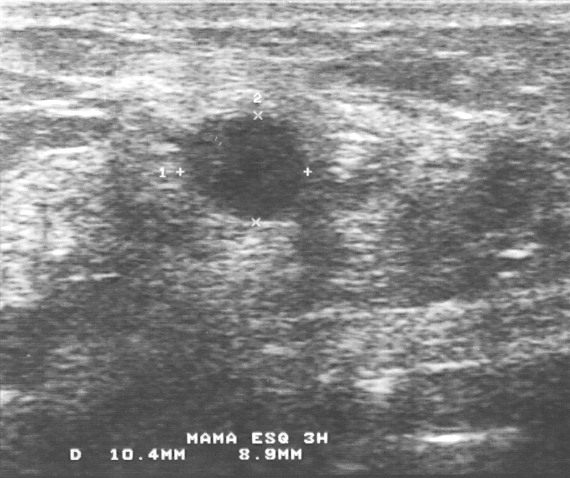
Acquired on GE Logiq 5 @10-12MHz. Modality: breast ultrasound.
This breast ultrasound shows a lesion. Assessment: BI-RADS 3. Pathology confirmed malignant invasive ductal carcinoma.